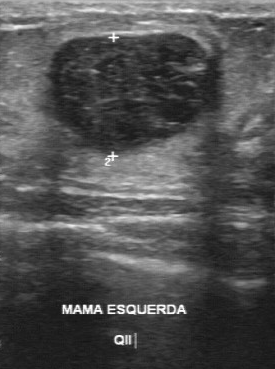
Acquired on GE Logiq 7 @10-14MHz. Imaging: breast US.
The lesion was categorized BI-RADS 3 in the original read. Findings on the second read (an independent reader): a slightly hypoechoic lesion, margin regular, boundary clear. Calcifications: suspected. Pathology confirmed benign phyllodes tumor.